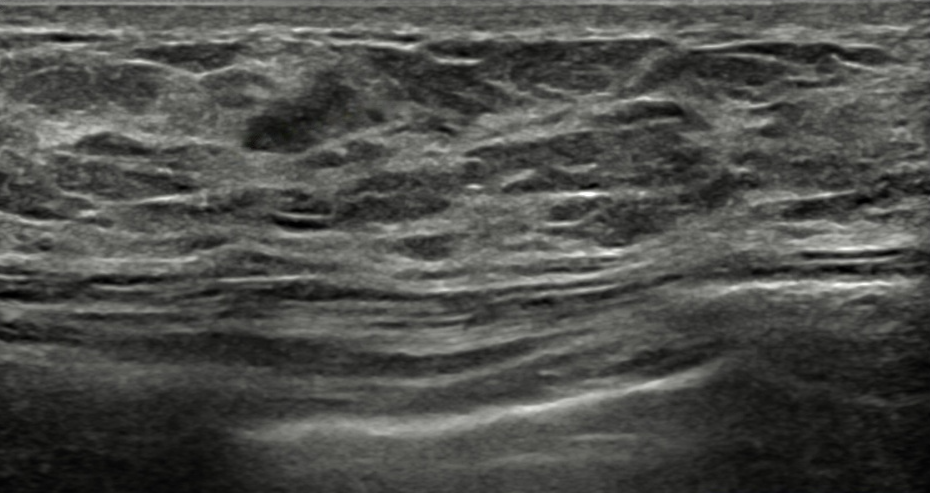
Age 38. Background tissue composition: heterogeneous: predominantly fat. Modality: breast ultrasound.
Lesion characteristics:
- posterior acoustic features: absent
- BI-RADS: 3
- skin thickening: none
- echogenicity: isoechoic
- shape: irregular
- echogenic halo: absent
- calcifications: none
- margin: circumscribed
- outcome on biopsy or follow-up: benign